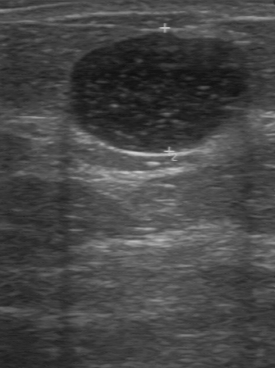
Modality: B-mode breast ultrasound. Acquired on GE Logiq 7 @10-14MHz.
- BI-RADS: 2